Modality: breast US.
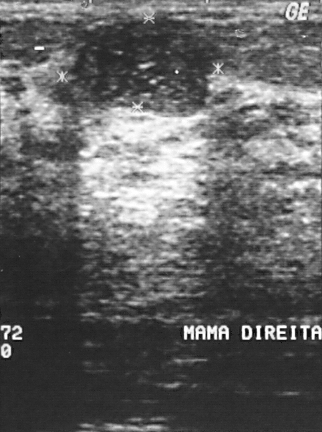
The lesion occupies approximately [73, 22, 209, 117]. BI-RADS 2.